Modality: B-mode breast ultrasound.
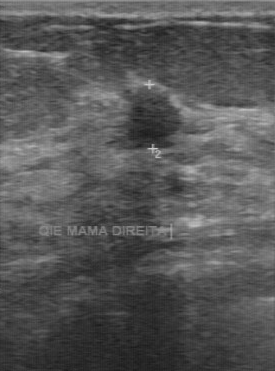
The breast lesion was assessed as BI-RADS 4 by the original reader.
A second, independent read describes the breast lesion as follows.
Boundary: somewhat unclear.
No calcifications are seen.
The margin is regular.
The breast lesion is hypoechoic.
Biopsy showed fibrocystic changes, a benign finding.